Breast US.
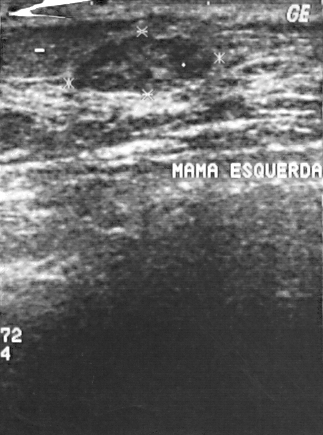
A breast lesion is present on this breast US. It was assessed as BI-RADS 2. Histopathology: fibroadenoma (benign).